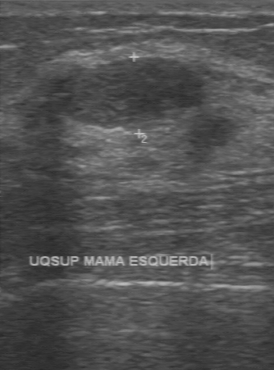
Breast ultrasound image. Acquired on GE Logiq 7 @10-14MHz.
The independent BI-RADS assessment is 3. No calcifications are seen. Boundary is clear.